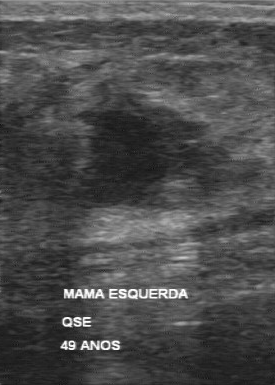
Imaging: B-mode breast ultrasound.
Coordinates are pixels in the 275x385 image. The lesion occupies approximately (66, 83) to (239, 211). BI-RADS 5.